Acquired on GE Logiq 7 @10-14MHz. Breast US.
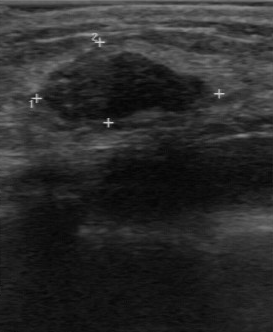
This breast US shows a mass with BI-RADS on independent re-read: 3, biopsy or follow-up result: benign, clear lesion boundary.